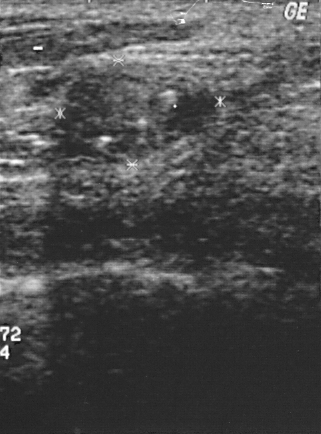
Modality: breast ultrasound image.
Lesion characteristics:
- biopsy or follow-up result: benign
- BI-RADS assessment: 2